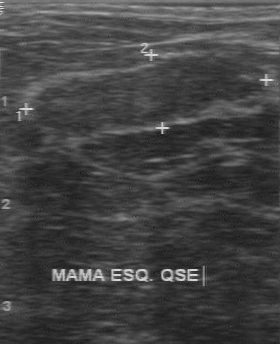
Breast US.
A breast lesion is seen with calcifications: none, confirmed outcome (biopsy or follow-up): benign, histopathology: fibroadenoma, hypoechoic echo pattern, clear lesion boundary, regular margin.